Breast ultrasound.
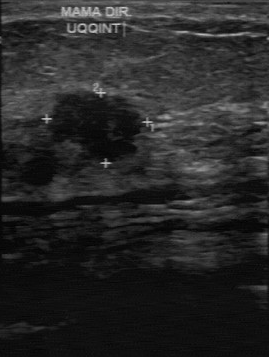
Lesion boundary is somewhat unclear. There are no calcifications. Echogenicity is hypoechoic. The lesion margin is partially regular. The pathology is medullary carcinoma.